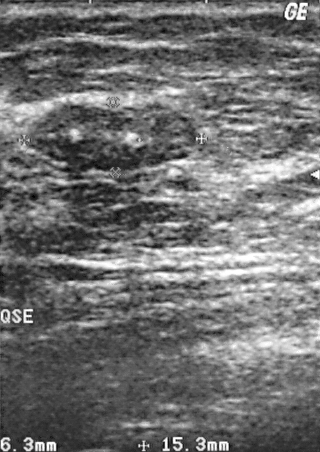
Modality: breast sonogram.
A finding is seen. BI-RADS category 2. Biopsy showed fibroadenoma, a benign finding.